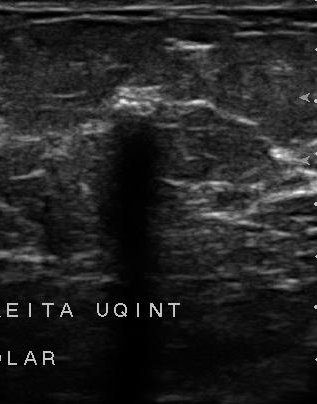
B-mode breast ultrasound.
The mass was assessed as BI-RADS 4 by the original reader. On a second, independent read, a mass with an irregular margin and an unclear boundary is seen; it is hypoechoic. Biopsy showed invasive ductal carcinoma, a malignant finding.